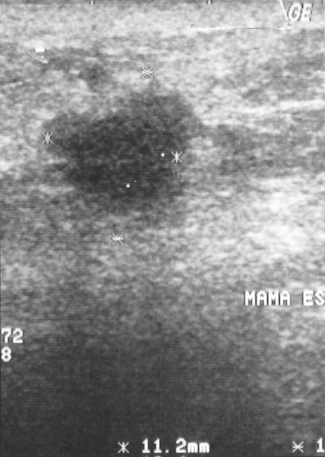
Acquired on GE Logiq 5 @10-12MHz. Modality: breast ultrasound scan.
This breast ultrasound scan shows a lesion. It was assessed as BI-RADS 4. Histopathology: invasive ductal carcinoma (malignant).